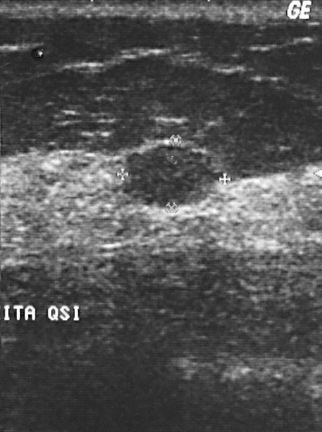
Imaging: B-mode breast ultrasound.
BI-RADS assessment: 2.
The biopsy result was fibroadenoma.
Biopsy or follow-up result: benign.